Background echotexture is heterogeneous: predominantly fat. Breast sonogram.
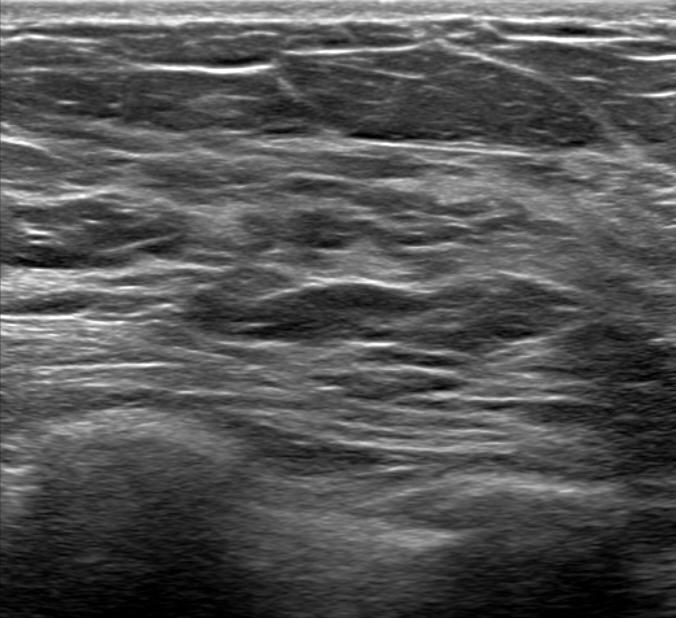
No focal lesion is identified. Impression: normal.